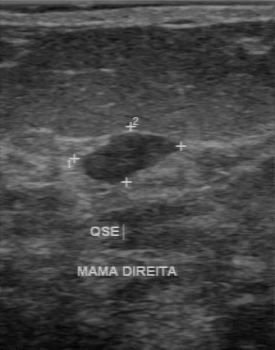
Modality: breast US. Scanner: GE Logiq 7 @10-14MHz.
BI-RADS assessment: 3.